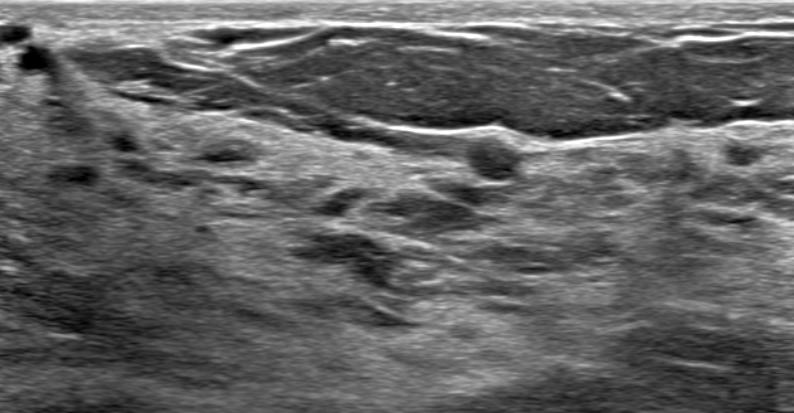
Background echotexture is heterogeneous: predominantly fat. Modality: breast US.
Internally the finding is hypoechoic. It has a round shape. No posterior acoustic features are seen. There are no calcifications. There is no skin thickening. There is no echogenic halo. Margins are circumscribed. The finding is assessed as BI-RADS 3. Biopsy or follow-up result: benign. The finding was confirmed by follow-up care.